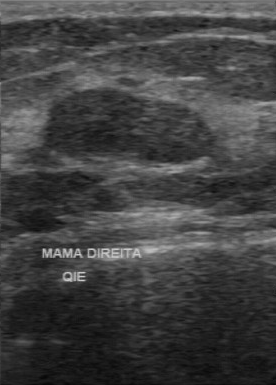
Modality: breast ultrasound image.
The original reader assigned BI-RADS 2. Findings on the second read (an independent reader): a hypoechoic mass, margin regular, boundary clear. Pathology confirmed benign fibroadenoma.